Breast sonogram.
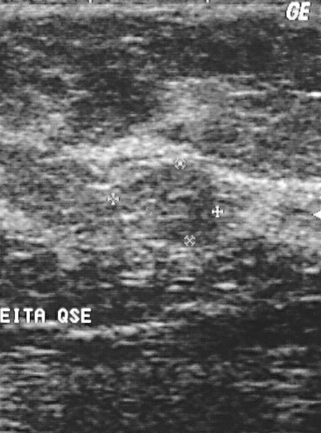
The lesion is benign on biopsy or follow-up. (BI-RADS category 2.)